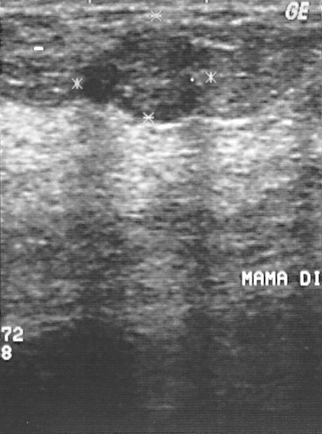
Breast sonogram.
(coordinates in a 322x434 pixel frame) Segment the lesion: bounding box top-left (83, 28), bottom-right (209, 120). The lesion is benign on biopsy or follow-up. BI-RADS 2.